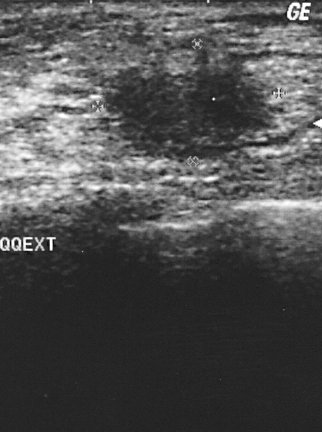
Breast US.
Assigned BI-RADS 4. Biopsy or follow-up result: malignant. The biopsy result was invasive ductal carcinoma; the mass is malignant.